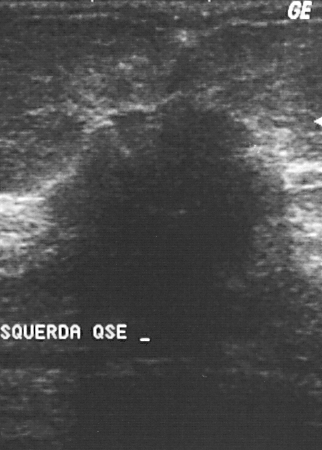
Breast ultrasound scan.
Lesion: malignant on biopsy or follow-up. BI-RADS 5.